Imaging: breast ultrasound image.
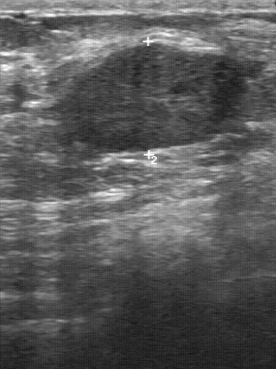
Breast ultrasound image findings:
- pathology: fibroadenoma
- calcifications: none
- BI-RADS (second read): 4A
- BI-RADS (first reader): 3
- outcome on biopsy or follow-up: benign